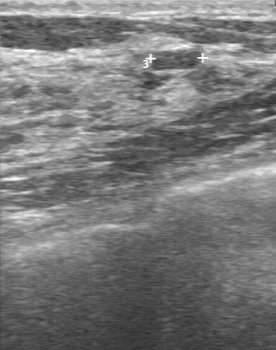
Breast sonogram.
Pixel coordinates (x1, y1, x2, y2): Lesion bounding box: 151 46 203 70. BI-RADS 2.